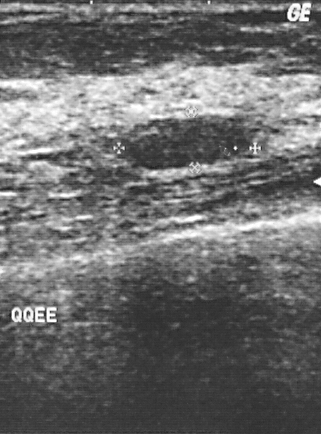
Breast US. Scanner: GE Logiq 5 @10-12MHz.
Biopsy or follow-up result: benign.